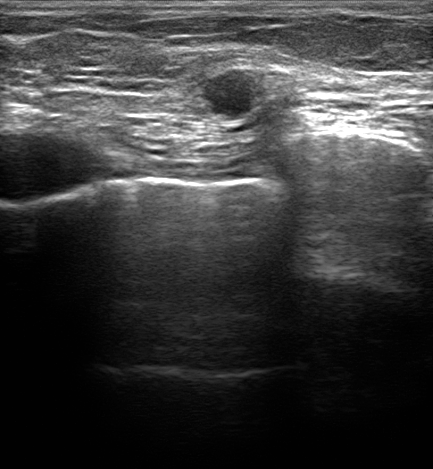
Modality: breast US.
The lesion is malignant on biopsy or follow-up. BI-RADS 4C.